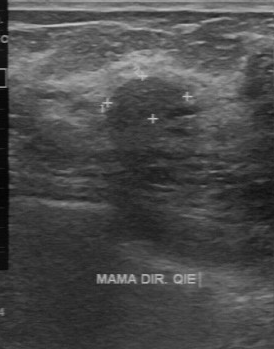
Breast US.
BI-RADS 3 in the original read; on a second read the margin is regular, the boundary fairly clear and the mass slightly hypoechoic. Biopsy showed cyst, a benign finding.